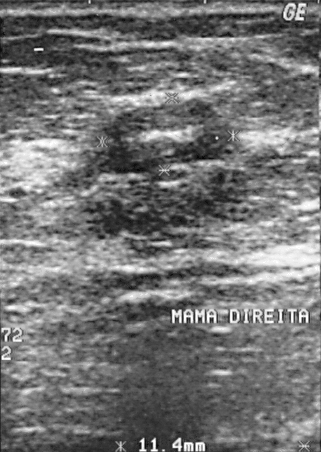
B-mode breast ultrasound.
A finding is seen. Assessment: BI-RADS 2. Pathology confirmed benign fibroadenoma.